Imaging: breast sonogram.
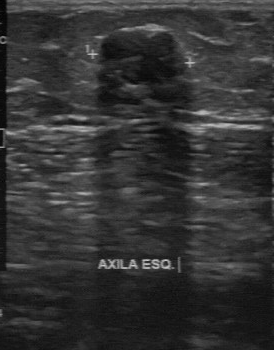
The original reader assigned BI-RADS 2. The following findings are from a second reader, independent of the original assessment. Boundary: clear. Echo pattern: slightly hypoechoic. No calcifications are seen. The mass has a regular margin. The biopsy result was fibroadenoma; the mass is benign.